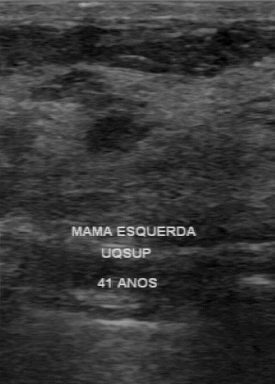
Imaging: breast US.
A mass is seen with regular lesion margin, hypoechoic echo pattern, biopsy result: phyllodes tumor, clear lesion boundary, confirmed outcome (biopsy or follow-up): benign, calcifications: absent.